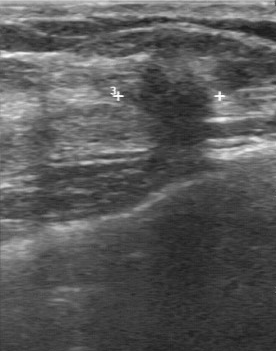
Breast ultrasound.
- BI-RADS: 5
- histopathology: invasive ductal carcinoma